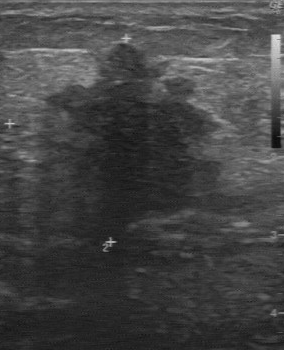
Imaging: B-mode breast ultrasound. Acquired on GE Logiq 7 @10-14MHz.
The breast lesion is malignant on biopsy or follow-up.